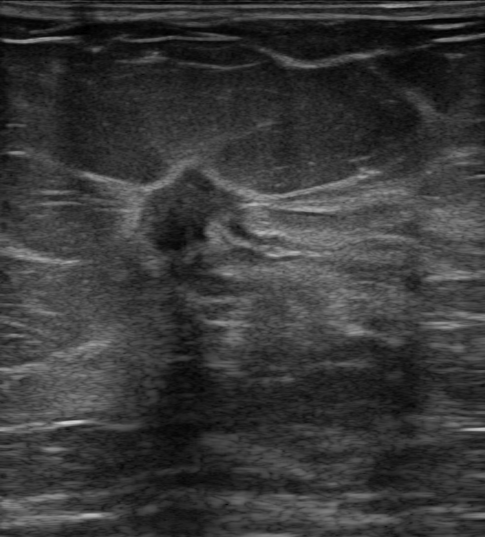
55-year-old patient. Breast ultrasound image.
Coordinates are pixels in the 485x537 image. Segment the mass: bounding box (123, 158) to (266, 272). The mass is malignant on biopsy or follow-up.